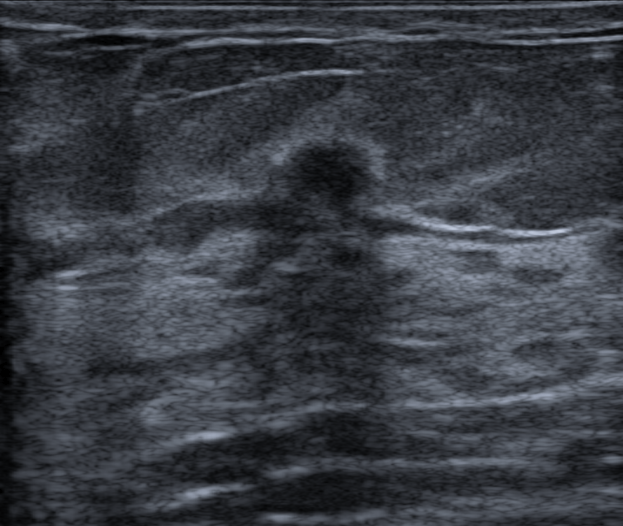
Imaging: breast US. Background echotexture is heterogeneous: predominantly fibroglandular.
Findings: an irregular breast lesion of hypoechoic echotexture with non-circumscribed (indistinct) margins. There is posterior acoustic shadowing. An echogenic halo is present. The breast lesion is categorized as BI-RADS 4C; on biopsy or follow-up it was benign.